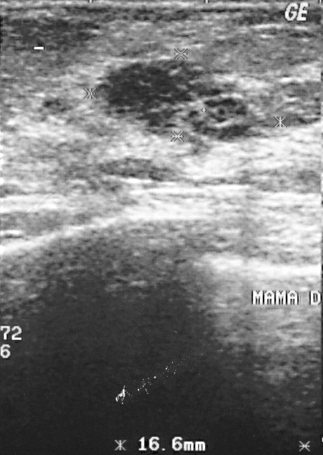
Breast US.
This breast US shows a lesion. BI-RADS category 3. Biopsy showed invasive ductal carcinoma, a malignant finding.